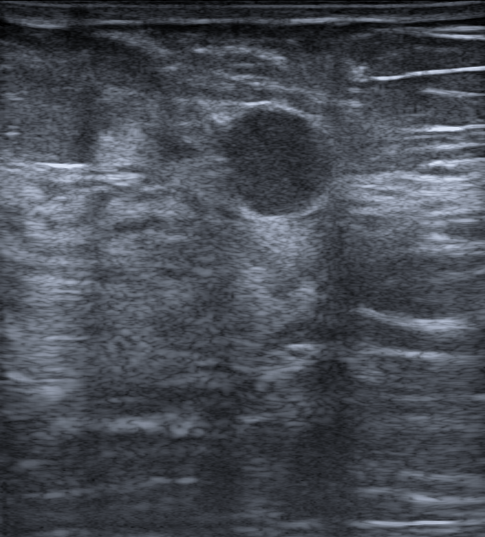
Modality: breast ultrasound.
It has an oval shape. The finding has a circumscribed margin. The finding is hypoechoic. Posterior features: enhancement. There is no echogenic halo. There are no calcifications. There is no skin thickening. Outcome on biopsy or follow-up: benign. Verification: follow-up care. BI-RADS category 3. Differential on reading: Complex cyst / Non-simple cyst; Cyst filled with thick fluid.